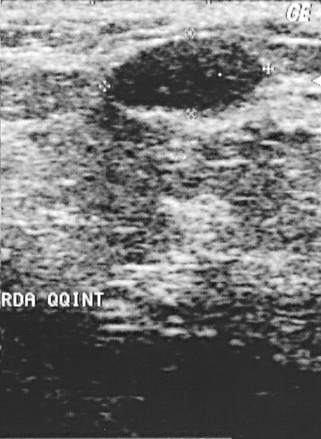
Imaging: breast ultrasound.
The lesion is benign on biopsy or follow-up.